Modality: breast sonogram.
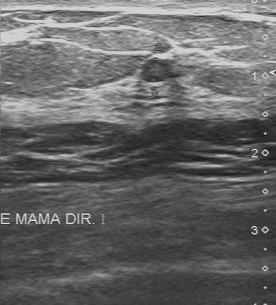
- lesion boundary: clear
- echogenicity: slightly hypoechoic
- margin: regular
- calcifications: absent